Imaging: breast sonogram. Acquired on Toshiba Aplio 300 @12-14 MHz.
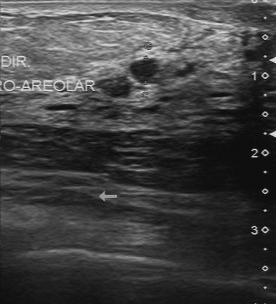
The original reader assigned BI-RADS 2. Findings on the second read (an independent reader): a hypoechoic breast lesion, margin regular, boundary clear. No calcifications are seen. Histopathology: cyst (benign).